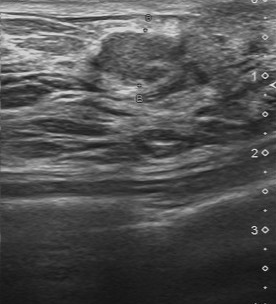
Modality: B-mode breast ultrasound.
Pixel coordinates (x1, y1, x2, y2): Lesion region of interest: (88, 30) to (188, 86). The lesion is malignant on biopsy or follow-up.